Modality: breast ultrasound image. Scanner: GE Logiq 7 @10-14MHz.
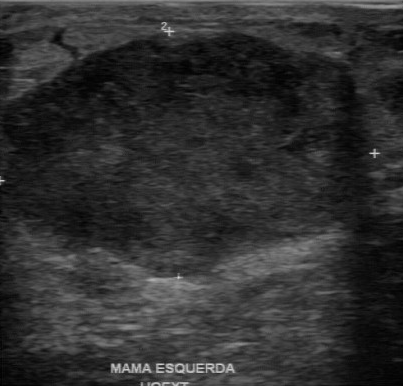
BI-RADS 5 in the original read; on a second read the margin is partially regular, the boundary somewhat unclear and the mass hypoechoic. Calcifications: none. Histopathology: papillary carcinoma (malignant).